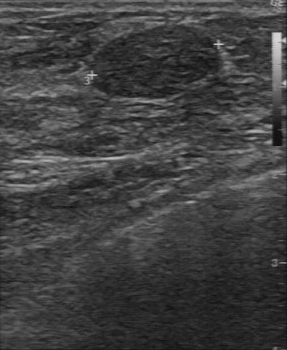
Scanner: GE Logiq 7 @10-14MHz. Imaging: breast US.
The finding is benign on biopsy or follow-up.